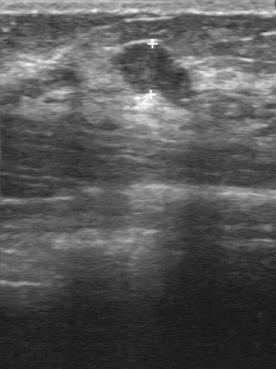
Imaging: breast ultrasound.
The lesion was assessed as BI-RADS 3 by the original reader. A second, independent read describes the lesion as follows. No calcifications are seen. Echo pattern: slightly hypoechoic. The lesion has a partially regular margin. The lesion boundary is fairly clear. Histopathology: intraductal papilloma (benign).